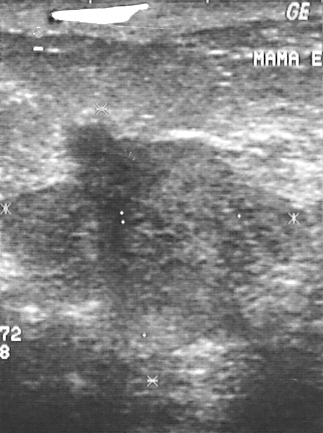
Acquired on GE Logiq 5 @10-12MHz. Modality: breast ultrasound image.
Assigned BI-RADS 5. Outcome on biopsy or follow-up: malignant. The biopsy result was invasive ductal carcinoma.